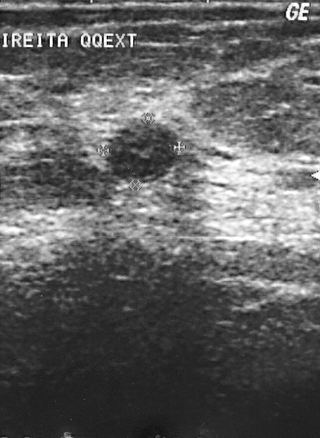
Imaging: B-mode breast ultrasound. Scanner: GE Logiq 5 @10-12MHz.
Outcome on biopsy or follow-up: benign. (BI-RADS category 3.)